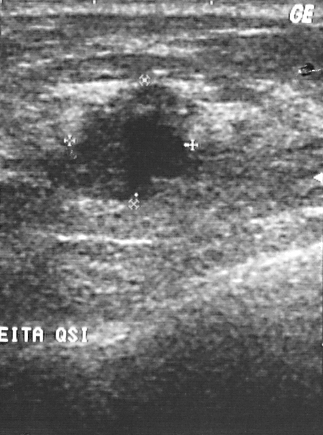
Scanner: GE Logiq 5 @10-12MHz. Modality: B-mode breast ultrasound.
FINDINGS: B-mode breast ultrasound. Histopathology: invasive ductal carcinoma. BI-RADS assessment: 4.
OUTCOME ON BIOPSY OR FOLLOW-UP: malignant.